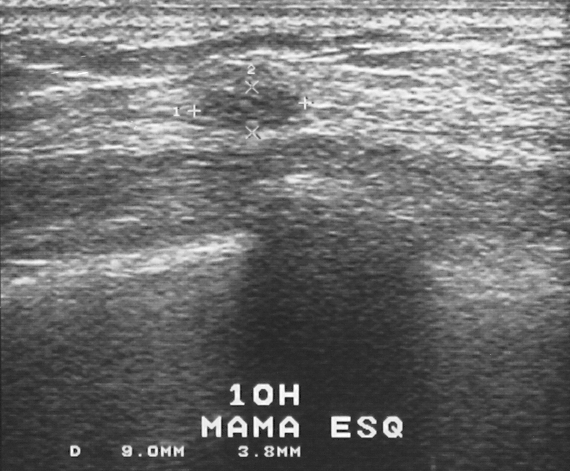
Breast ultrasound image.
A breast lesion is present on this breast ultrasound image. Assessment: BI-RADS 3. Histopathology: fibrocystic changes (benign).